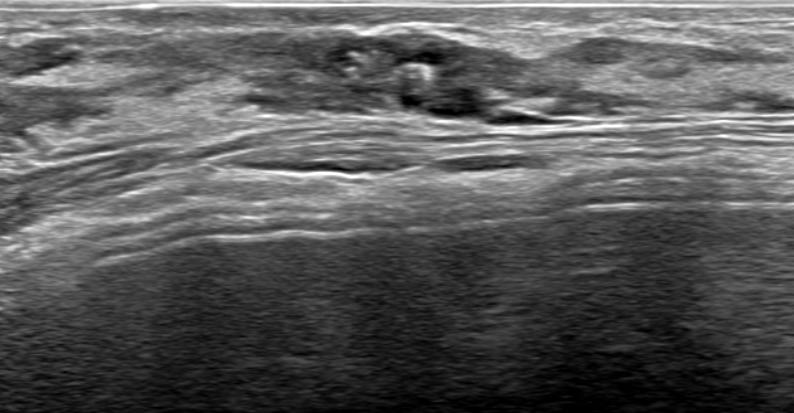
B-mode breast ultrasound.
Findings: an irregular lesion of heterogeneous echotexture with indistinct margins. No posterior acoustic features are seen. No skin thickening is seen. Calcifications are present within the mass. BI-RADS 4B; outcome on biopsy or follow-up: benign.